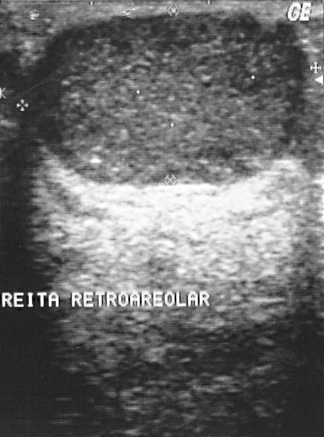
Breast US.
Coordinates are pixels in the 324x437 image. The finding occupies approximately [20, 11, 311, 186].